Scanner: GE Logiq 5 @10-12MHz. Imaging: breast US.
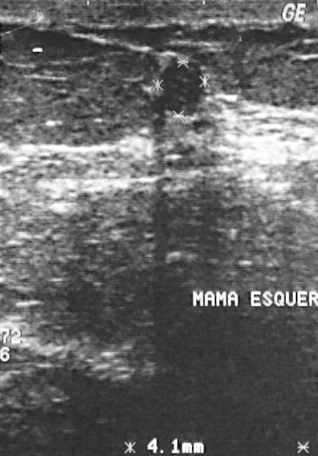
Finding: lesion, benign on biopsy or follow-up.